Imaging: breast sonogram.
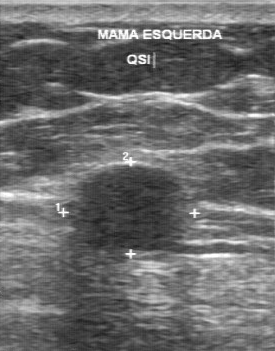
BI-RADS 2 in the original read. The following findings are from a second reader, independent of the original assessment. Boundary: fairly clear. Calcifications: none. The finding is hypoechoic. Margin: regular. The biopsy result was cyst; the finding is benign.